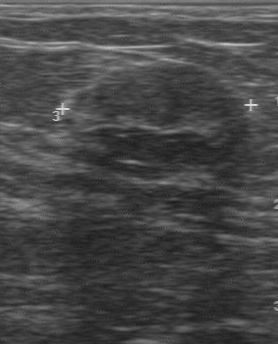
Modality: B-mode breast ultrasound. Scanner: GE Logiq 7 @10-14MHz.
The finding occupies approximately (62,62)-(250,181). BI-RADS 3.